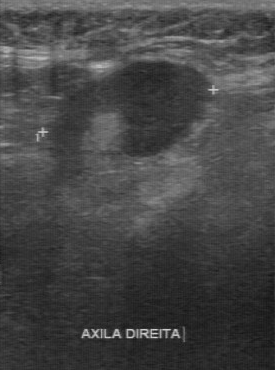
Modality: breast ultrasound scan.
This breast ultrasound scan shows a breast lesion, malignant on biopsy or follow-up. BI-RADS 4.